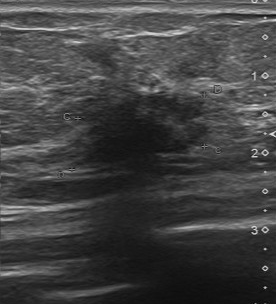
Breast sonogram.
The mass demonstrates hypoechoic internal echoes, calcifications: absent, irregular lesion margin, unclear boundary.